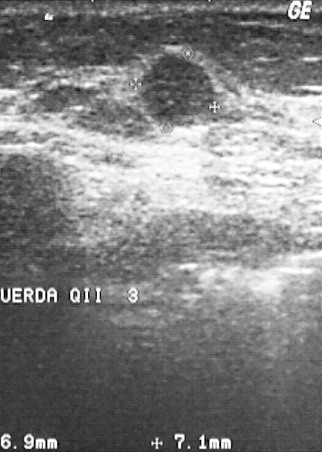
Acquired on GE Logiq 5 @10-12MHz. Imaging: B-mode breast ultrasound.
Outcome on biopsy or follow-up: malignant.